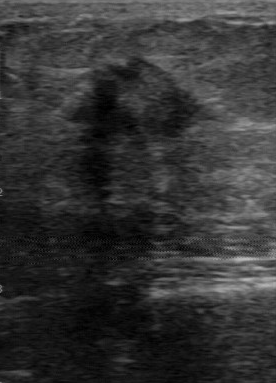
Scanner: GE Logiq 7 @10-14MHz. Modality: breast sonogram.
Biopsy or follow-up result: malignant. BI-RADS 4.